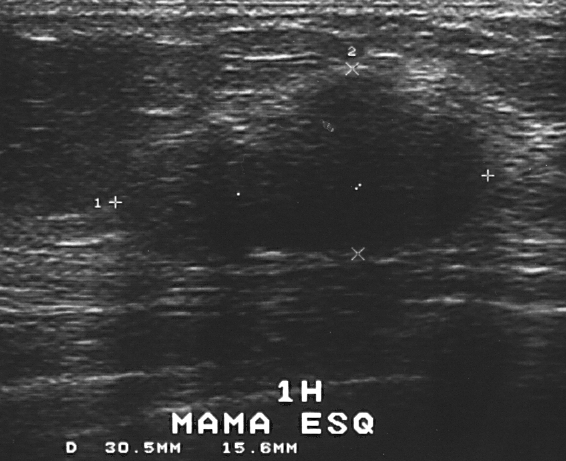
Imaging: breast ultrasound scan.
BI-RADS category is 4. Biopsy result is fibroadenoma.